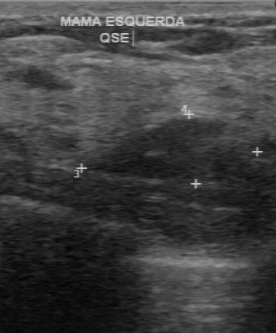
Modality: breast US.
The original reader assigned BI-RADS 3. A second, independent read describes the lesion as follows. The lesion has a regular margin. Boundary: clear. No calcifications are seen. The lesion is hypoechoic. Histopathology: fibrocystic changes (benign).